Modality: breast ultrasound scan. Acquired on GE Logiq 7 @10-14MHz.
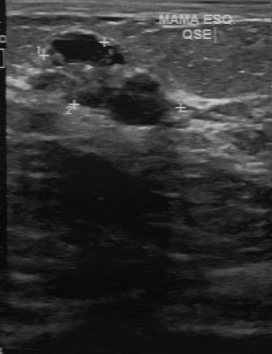
BI-RADS on independent re-read is 4A. Contour is irregular. Lesion boundary is unclear. Calcifications are suspected. Echo pattern is mixed cystic and solid. BI-RADS (first reader): 4.